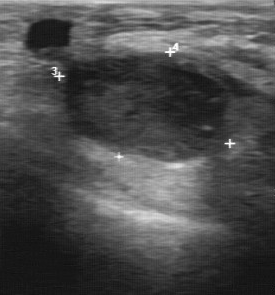
Imaging: breast ultrasound scan.
Finding: breast lesion, malignant on biopsy or follow-up. BI-RADS 3.